Modality: breast US.
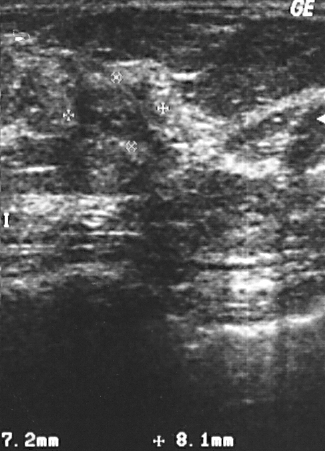
A mass is present on this breast US. Assessment: BI-RADS 4. Biopsy showed invasive ductal carcinoma, a malignant finding.